Acquired on GE Logiq 7 @10-14MHz. Imaging: breast ultrasound.
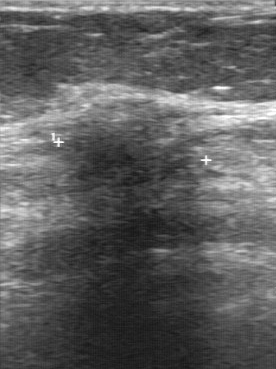
The lesion is located within the bounding box [52, 100, 204, 215]. The lesion is malignant on biopsy or follow-up. BI-RADS 5.